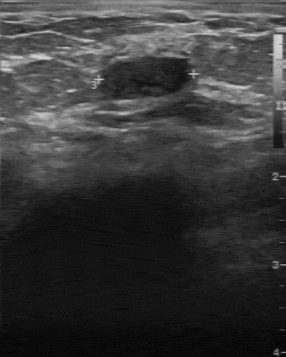
Imaging: B-mode breast ultrasound.
The lesion is benign on biopsy or follow-up.